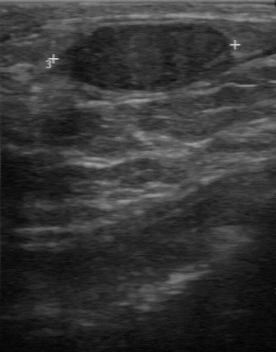
Breast ultrasound image.
Biopsy or follow-up result: benign.